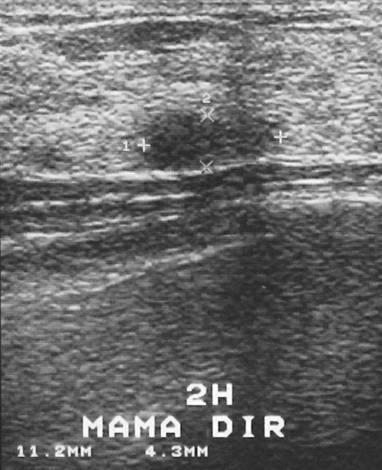
Scanner: GE Logiq 5 @10-12MHz. Imaging: breast sonogram.
The breast lesion is assessed as BI-RADS 3. The biopsy result was fibrocystic changes; the breast lesion is benign.